Acquired on GE Logiq 5 @10-12MHz. Modality: breast US.
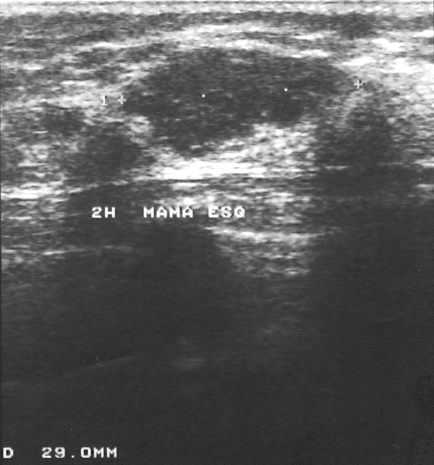
BI-RADS is 4. Confirmed outcome (biopsy or follow-up) is benign. Histopathology: fibroadenoma.